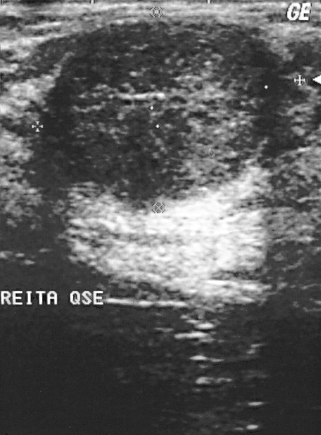
Modality: breast ultrasound.
Biopsy or follow-up result: benign.